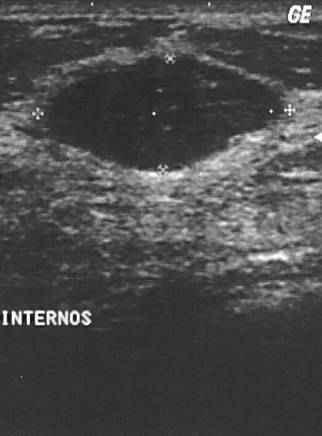
Imaging: B-mode breast ultrasound.
The BI-RADS assessment is 2. The biopsy result is fibroadenoma.